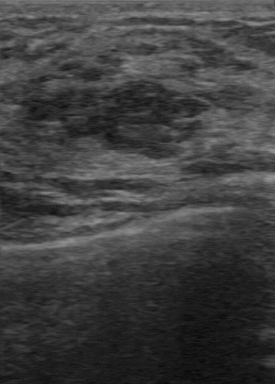
Modality: breast ultrasound scan. Acquired on GE Logiq 7 @10-14MHz.
Coordinates are pixels in the 275x384 image. The lesion is located within the bounding box x1=29, y1=79, x2=208, y2=157. The lesion is benign on biopsy or follow-up.